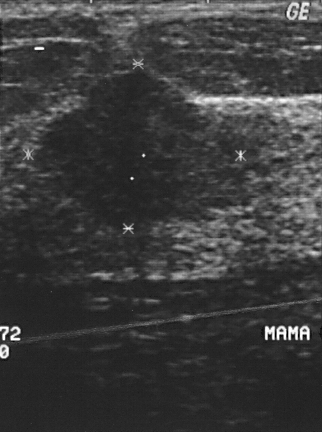
Imaging: breast ultrasound.
This breast ultrasound shows a mass, malignant on biopsy or follow-up.